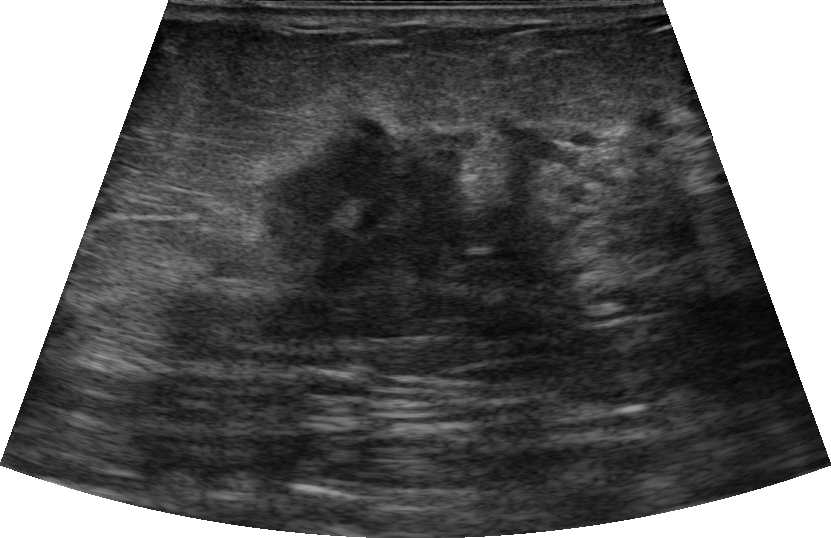
63-year-old patient. B-mode breast ultrasound.
Assigned BI-RADS 5. The mass is malignant on biopsy or follow-up. Shape: irregular. The mass has angular and indistinct margins. Echogenicity: heterogeneous. No posterior acoustic features are seen. An echogenic halo is present. No calcifications are seen. Skin thickening: none.